Scanner: GE Logiq 7 @10-14MHz. Modality: breast ultrasound image.
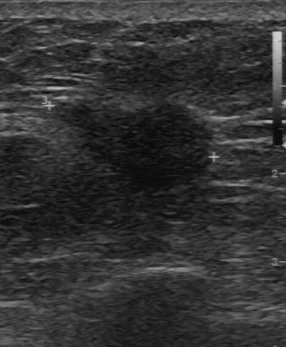
Breast ultrasound image findings:
- BI-RADS assessment: 4